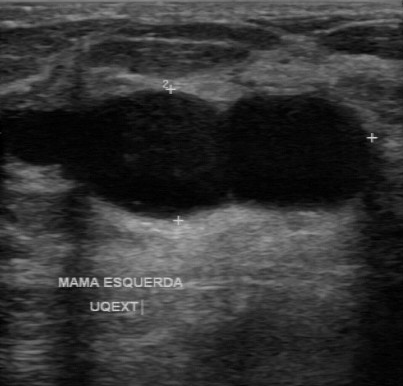
Imaging: breast ultrasound scan.
BI-RADS 2 in the original read. On a second, independent read, a mass with a regular margin and a clear boundary is seen; it is anechoic. No calcifications are seen. The biopsy result was cyst; the mass is benign.